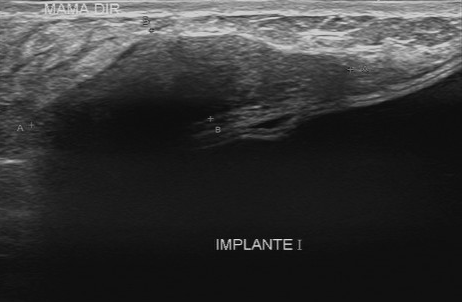
Modality: breast ultrasound scan.
A mass is seen with BI-RADS: 4, pathology: fibrosis.